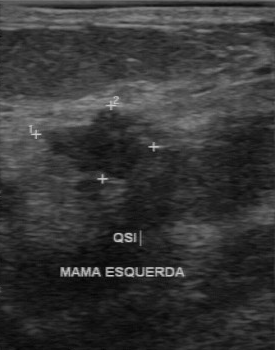
Modality: breast sonogram.
The finding was assessed as BI-RADS 4 by the original reader. Descriptors from an independent second read (not the reader who assigned the category): No calcifications are seen. The margin is irregular. The finding is hypoechoic. Boundary: somewhat unclear. The biopsy result was fibroadenoma; the finding is benign.